Modality: B-mode breast ultrasound.
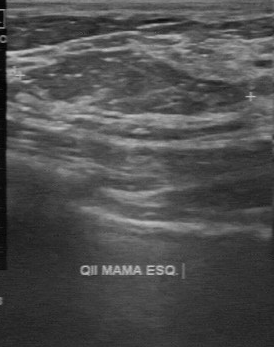
(coordinates in a 274x347 pixel frame) Lesion region of interest: 27 50 247 114.